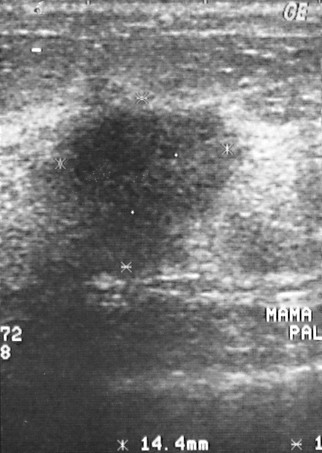
Imaging: breast sonogram.
Pixel coordinates (x1, y1, x2, y2): The lesion occupies approximately 36 97 241 275.